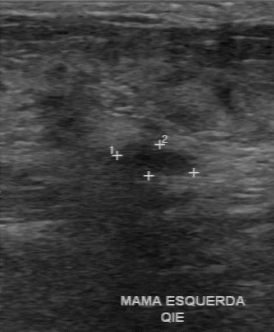
Modality: breast US.
Lesion characteristics:
- calcifications: none
- boundary: clear
- echogenicity: hypoechoic
- contour: regular